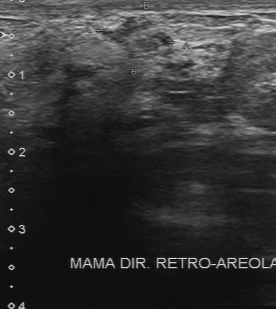
Modality: breast ultrasound scan.
(coordinates in a 276x309 pixel frame) The finding is located within the bounding box (95, 15) to (176, 56).